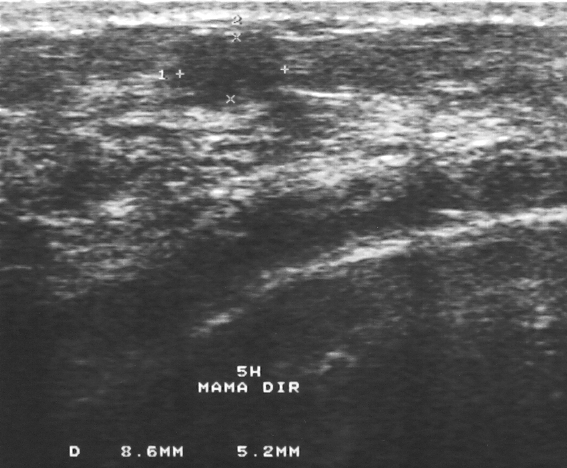
Modality: breast ultrasound.
The mass is benign on biopsy or follow-up. (BI-RADS category 3.)